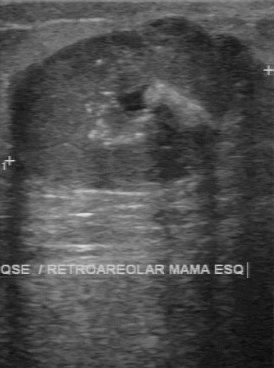
Breast sonogram.
Segment the breast lesion: bounding box [10, 18, 270, 192]. BI-RADS 4.